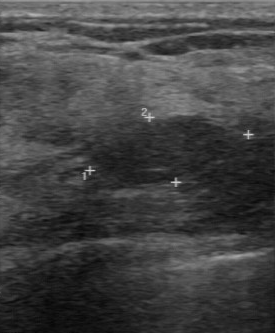
Breast sonogram. Scanner: GE Logiq 7 @10-14MHz.
- boundary: clear
- echo pattern: hypoechoic
- contour: regular
- calcifications: absent
- biopsy or follow-up result: benign